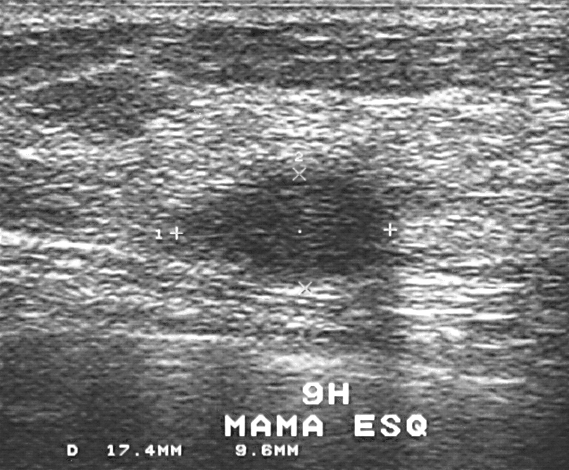
Breast ultrasound image. Scanner: GE Logiq 5 @10-12MHz.
The finding is located within the bounding box x1=184, y1=174, x2=384, y2=287. The finding is benign on biopsy or follow-up.